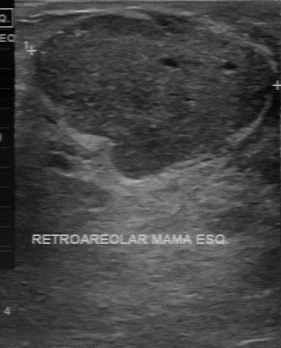
Modality: B-mode breast ultrasound.
BI-RADS 3 in the original read. On a second read by an independent reader: The margin is partially regular. The lesion boundary is fairly clear. The finding has a mixed cystic and solid echo pattern. There are no calcifications. Histopathology: fibroadenoma (benign).